Imaging: breast ultrasound.
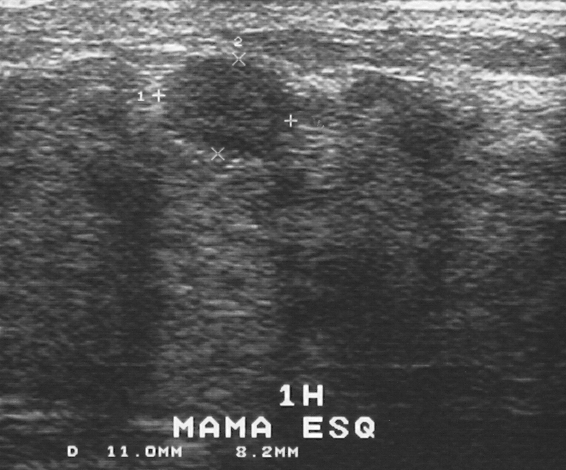
Segment the finding: bounding box top-left (161, 54), bottom-right (282, 153). The finding is benign on biopsy or follow-up.